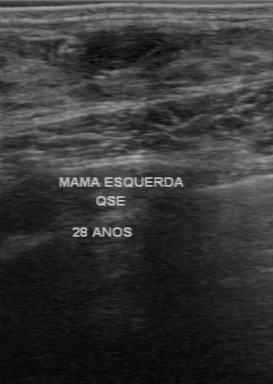
Breast ultrasound.
This breast ultrasound shows a finding with outcome on biopsy or follow-up: benign, histopathology: fibroadenoma, BI-RADS assessment: 2.